B-mode breast ultrasound.
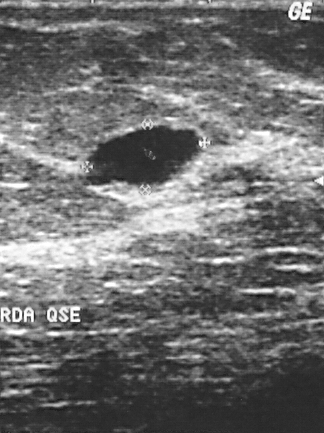
Biopsy showed cyst. Outcome on biopsy or follow-up: benign. BI-RADS category 2.